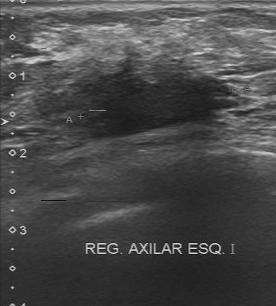
Modality: breast ultrasound.
Finding: breast lesion, malignant on biopsy or follow-up.